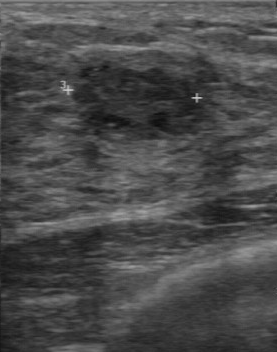
Acquired on GE Logiq 7 @10-14MHz. Breast US.
This breast US shows a breast lesion with clear boundary, calcifications: absent, regular contour, hypoechoic echo pattern.